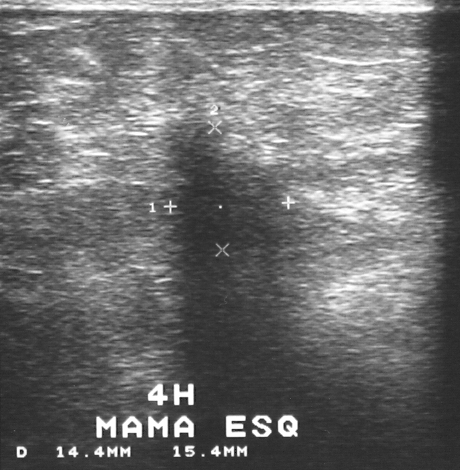
Breast ultrasound image.
This breast ultrasound image shows a breast lesion, malignant on biopsy or follow-up.